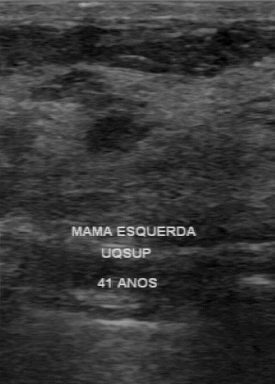
B-mode breast ultrasound.
The finding was categorized BI-RADS 4 in the original read. A second reader, independent of the original assessment, describes a hypoechoic finding with a regular margin; the boundary is clear. Biopsy showed phyllodes tumor, a benign finding.